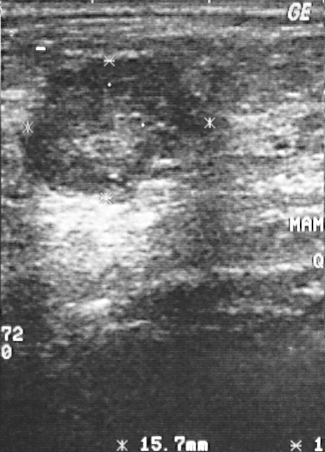
Breast sonogram. Scanner: GE Logiq 5 @10-12MHz.
Biopsy showed intraductal papilloma. BI-RADS assessment: 4. The finding is benign on biopsy or follow-up.